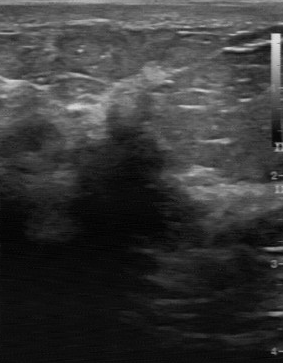
Modality: breast ultrasound scan.
Lesion boundary is unclear. The echo pattern is hypoechoic. Lesion margin is irregular. There are no calcifications.